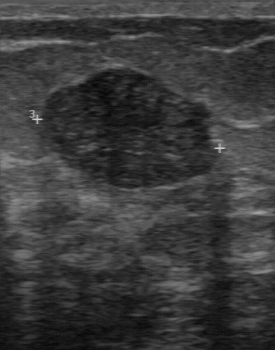
Imaging: breast US.
The finding is benign on biopsy or follow-up. (BI-RADS category 3.)